Modality: breast sonogram.
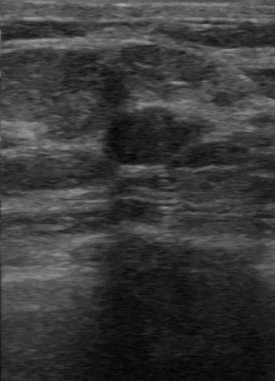
Coordinates are pixels in the 275x381 image. The finding occupies approximately x1=106, y1=109, x2=193, y2=166.